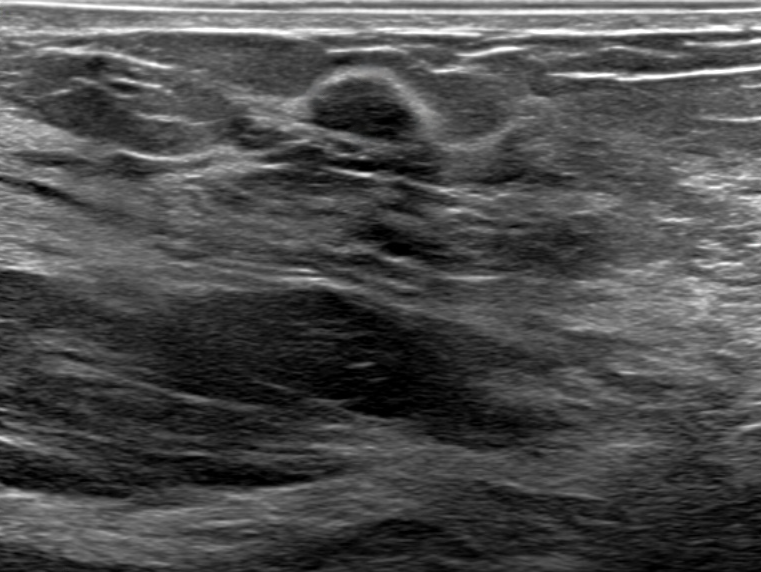
Modality: breast ultrasound image.
FINDINGS: Margin: circumscribed. Pathology: Benign mammary dysplasia. Posterior acoustic features: none. Calcifications: none. Skin thickening: absent. BI-RADS assessment: 4B. Lesion shape: oval. Biopsy or follow-up result: benign. Echogenic halo: present.
OUTCOME ON BIOPSY OR FOLLOW-UP: benign.